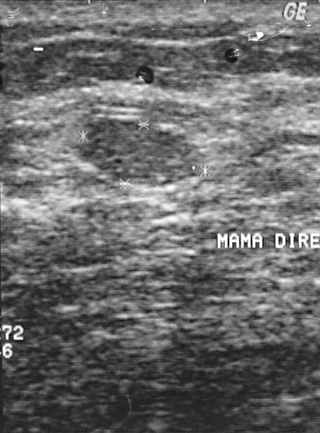
Breast ultrasound.
A breast lesion is seen. BI-RADS category 2. Pathology confirmed benign fibroadenoma.